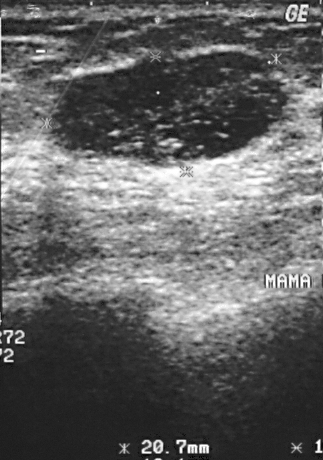
Imaging: breast sonogram.
The biopsy result was cyst; the lesion is benign.
The lesion is benign on biopsy or follow-up.
BI-RADS assessment: 2.